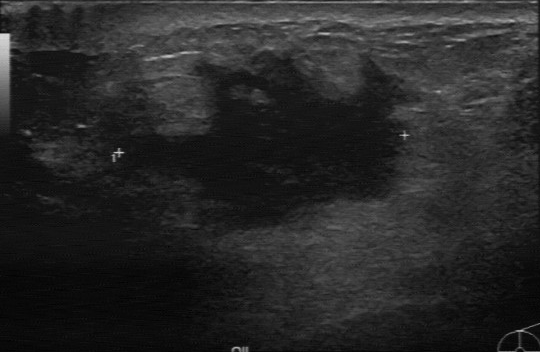
Imaging: breast ultrasound.
The mass demonstrates irregular lesion margin, hypoechoic echo pattern, unclear boundary, pathology: invasive ductal carcinoma, calcifications: absent.